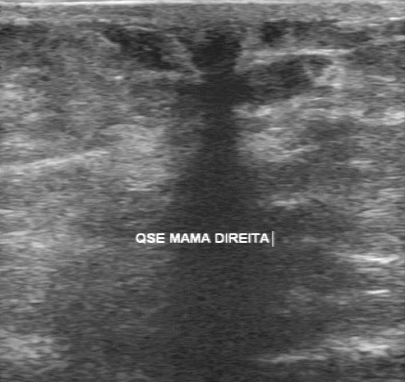
Scanner: GE Logiq 7 @10-14MHz. Imaging: breast US.
Segment the breast lesion: bounding box [101, 28, 331, 120]. The breast lesion is malignant on biopsy or follow-up.